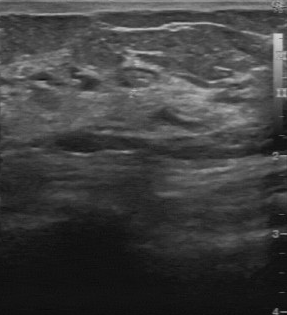
Imaging: breast sonogram. Acquired on GE Logiq 7 @10-14MHz.
- biopsy result: cyst
- outcome on biopsy or follow-up: benign
- echogenicity: slightly hypoechoic
- calcifications: absent
- boundary: clear
- contour: regular